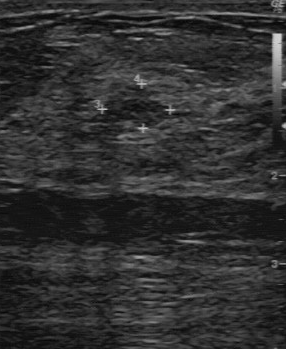
Breast ultrasound scan.
The finding was assessed as BI-RADS 4 by the original reader. On a second, independent read, a finding with a partially regular margin and a somewhat unclear boundary is seen; it is slightly hypoechoic. No calcifications are seen. Histopathology: fibroadenoma (benign).